Scanner: GE Logiq 7 @10-14MHz. Breast ultrasound image.
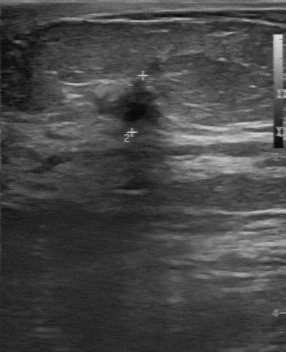
BI-RADS 4 in the original read. A second reader, independent of the original assessment, describes a hypoechoic breast lesion with an irregular margin; the boundary is unclear. No calcifications are seen. Biopsy showed invasive ductal carcinoma, a malignant finding.